Acquired on GE Logiq 5 @10-12MHz. Modality: breast ultrasound scan.
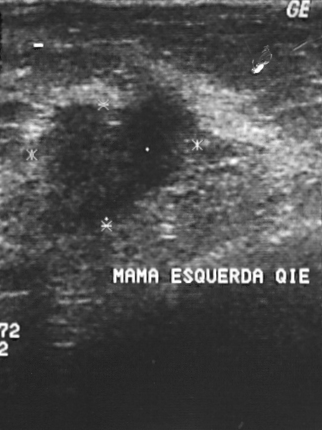
Outcome on biopsy or follow-up: malignant.